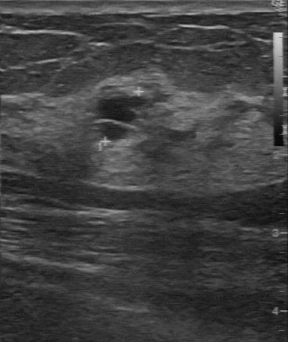
Modality: B-mode breast ultrasound.
- echogenicity: slightly hypoechoic
- lesion boundary: fairly clear
- second-reader BI-RADS: 3